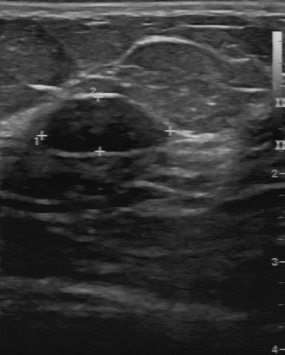
Modality: breast ultrasound.
The lesion occupies approximately x1=42, y1=95, x2=170, y2=153.